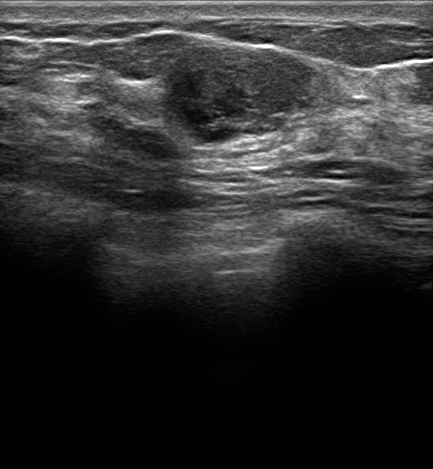
Breast ultrasound.
Outcome on biopsy or follow-up: benign.